Breast US.
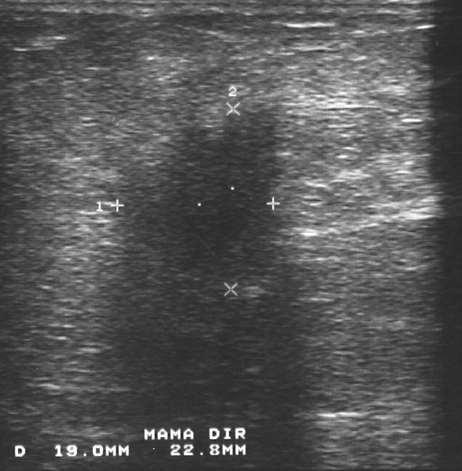
Lesion region of interest: 126 109 287 275. The breast lesion is malignant on biopsy or follow-up.